Modality: breast ultrasound.
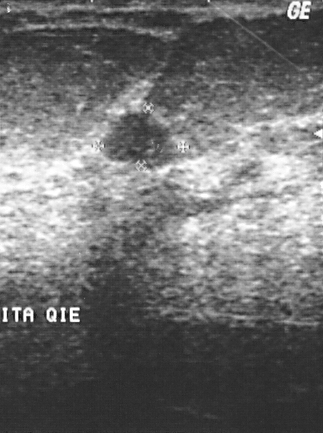
Coordinates are pixels in the 323x433 image. The finding is located within the bounding box (100,112)-(168,161). BI-RADS 2.